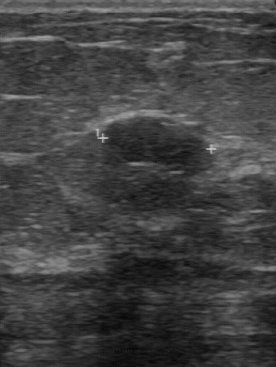
B-mode breast ultrasound.
BI-RADS 2 in the original read; on a second read the margin is regular, the boundary clear and the mass hypoechoic. Histopathology: fibroadenoma (benign).